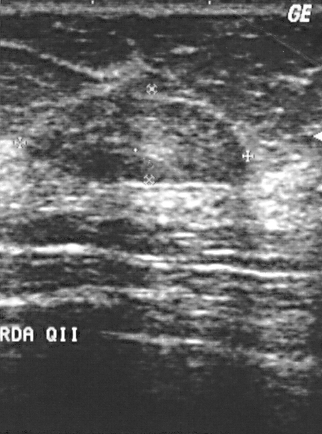
Modality: breast ultrasound image.
Outcome on biopsy or follow-up: benign.